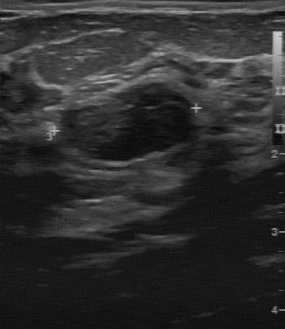
B-mode breast ultrasound. Scanner: GE Logiq 7 @10-14MHz.
The mass demonstrates histopathology: fibroadenoma, BI-RADS assessment: 3.